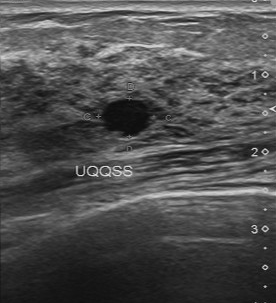
Breast sonogram.
This breast sonogram shows a breast lesion, benign on biopsy or follow-up.